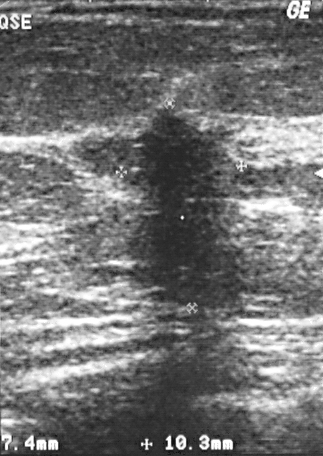
Acquired on GE Logiq 5 @10-12MHz. Imaging: breast ultrasound image.
A mass is seen. BI-RADS category 5. Pathology confirmed malignant invasive ductal carcinoma.